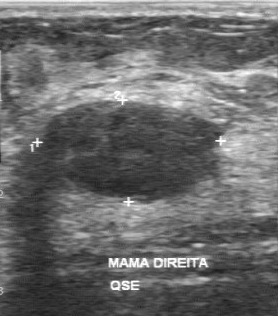
Breast US. Scanner: GE Logiq 7 @10-14MHz.
(coordinates in a 278x316 pixel frame) The finding is located within the bounding box (42, 100) to (222, 205). The finding is benign on biopsy or follow-up. BI-RADS 3.